Acquired on GE Logiq 5 @10-12MHz. Modality: breast ultrasound scan.
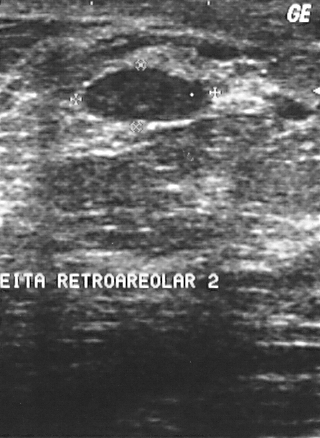
Finding: mass, benign on biopsy or follow-up. (BI-RADS category 2.)